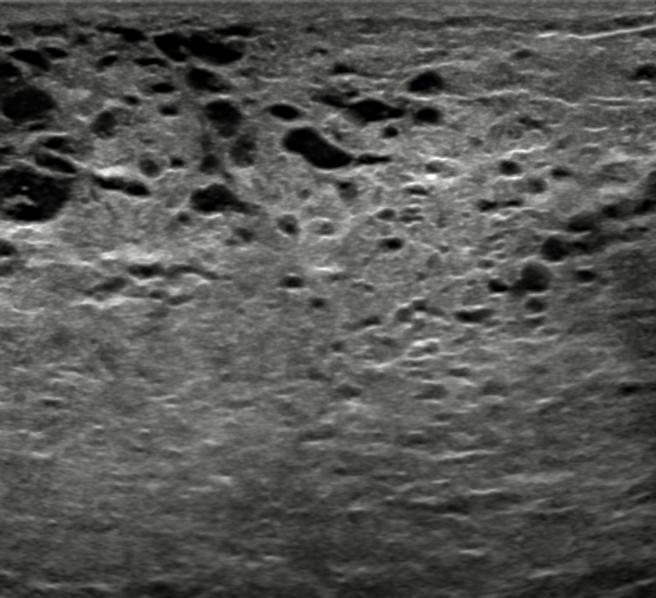
Imaging: breast ultrasound. Background echotexture is lactating and homogeneous: fibroglandular.
No focal lesion is identified. Impression: normal.